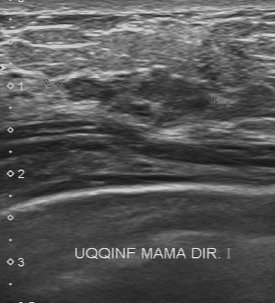
Breast ultrasound scan.
Coordinates are pixels in the 275x303 image. Segment the lesion: bounding box 60 70 215 127. The lesion is malignant on biopsy or follow-up. BI-RADS 4.